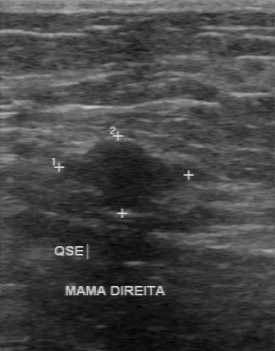
Scanner: GE Logiq 7 @10-14MHz. Modality: breast ultrasound scan.
Pixel coordinates (x1, y1, x2, y2): The breast lesion is located within the bounding box (57,138)-(177,211).